B-mode breast ultrasound.
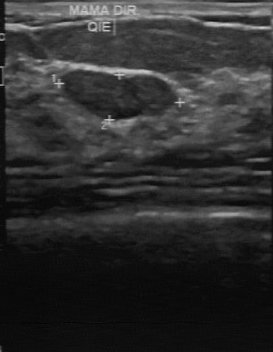
Coordinates are pixels in the 273x352 image. Finding bounding box: x1=58, y1=69, x2=178, y2=121. The finding is benign on biopsy or follow-up. BI-RADS 3.